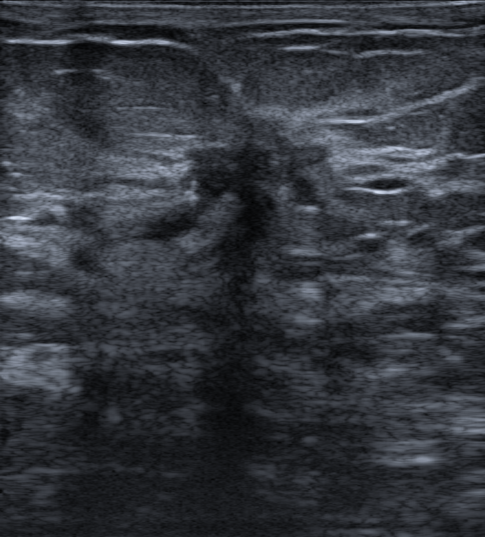
B-mode breast ultrasound.
FINDINGS: Skin thickening: none. Posterior acoustic features: shadowing. Margin: not circumscribed - spiculated and angular and microlobulated and indistinct. Biopsy or follow-up result: malignant. Lesion shape: irregular. BI-RADS: 5. Echotexture: hypoechoic.
OUTCOME ON BIOPSY OR FOLLOW-UP: malignant.